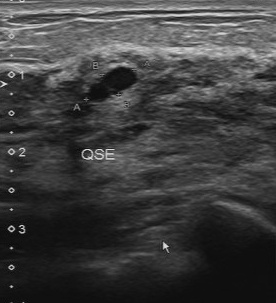
Acquired on Toshiba Aplio 300 @12-14 MHz. Modality: breast ultrasound scan.
Calcifications: none. Contour: regular. Boundary: clear. Internal echoes: hypoechoic.